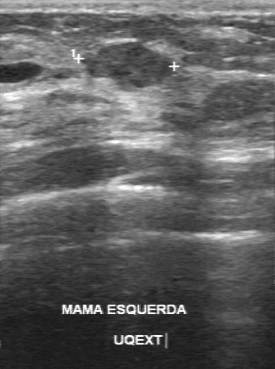
Imaging: B-mode breast ultrasound.
The biopsy result is intraductal papilloma. Outcome on biopsy or follow-up is benign. The BI-RADS assessment is 3.